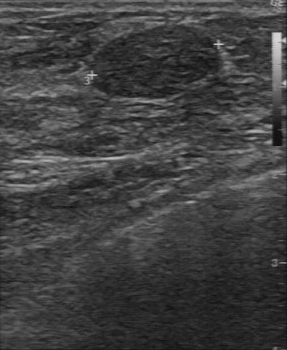
Scanner: GE Logiq 7 @10-14MHz. Breast ultrasound scan.
The breast lesion is located within the bounding box (88,22)-(223,101). BI-RADS 2.